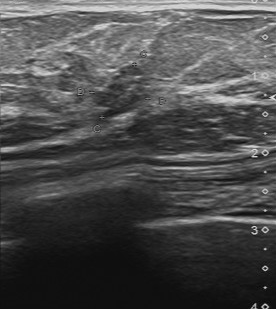
Imaging: breast ultrasound scan.
FINDINGS: Breast ultrasound scan. Second-reader BI-RADS: 3.